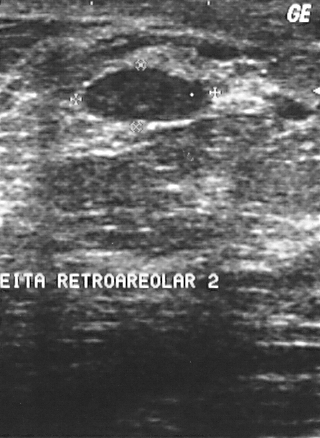
Imaging: breast US.
FINDINGS: Breast US. Pathology: fat necrosis. BI-RADS assessment: 2.
OUTCOME ON BIOPSY OR FOLLOW-UP: benign.